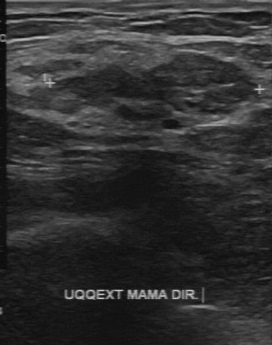
Acquired on GE Logiq 7 @10-14MHz. Imaging: breast US.
The breast lesion was assessed as BI-RADS 4 by the original reader. On a second read by an independent reader: Margin: partially regular. Its boundary is fairly clear. Echo pattern: slightly hypoechoic. No calcifications are seen. The biopsy result was fibroadenoma; the breast lesion is benign.